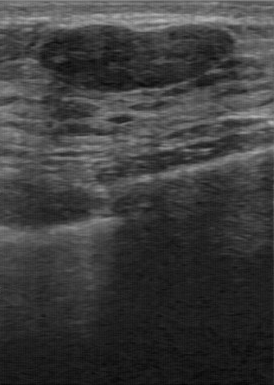
Breast ultrasound image.
Lesion: benign on biopsy or follow-up.